Acquired on GE Logiq 7 @10-14MHz. Breast ultrasound image.
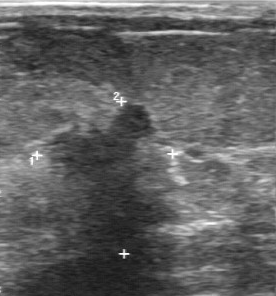
(coordinates in a 276x296 pixel frame) Breast lesion bounding box: x1=52, y1=104, x2=180, y2=252. The breast lesion is malignant on biopsy or follow-up. BI-RADS 5.